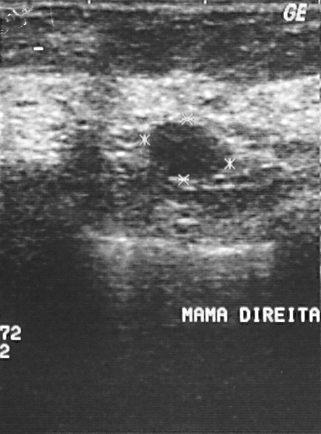
Modality: breast ultrasound scan.
Pathology is fibroadenoma. The BI-RADS assessment is 2.